Breast sonogram.
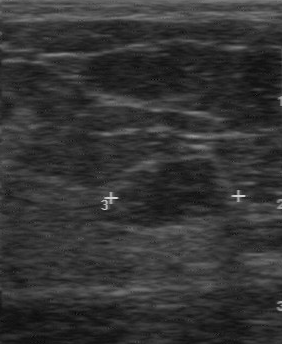
The original reader assigned BI-RADS 3. On a second, independent read, a finding with a regular margin and a clear boundary is seen; it is hypoechoic. Biopsy showed fibroadenoma, a benign finding.